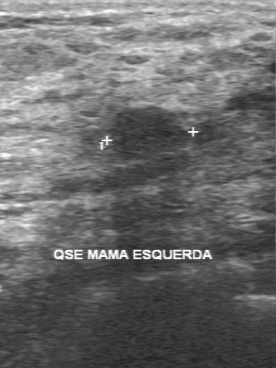
Breast US.
The original reader assigned BI-RADS 3. Findings on the second read (an independent reader): a slightly hypoechoic finding, margin regular, boundary fairly clear. Histopathology: fibroadenoma (benign).